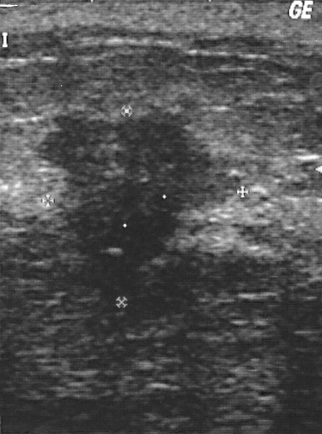
Breast ultrasound image.
This breast ultrasound image shows a breast lesion, malignant on biopsy or follow-up. (BI-RADS category 4.)